Imaging: breast US.
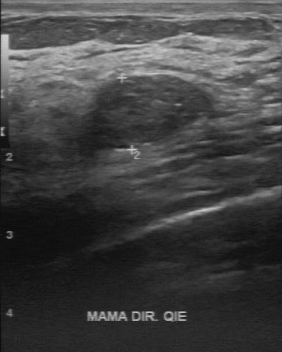
(coordinates in a 282x352 pixel frame) Lesion bounding box: x1=83, y1=73, x2=217, y2=154. BI-RADS 2.